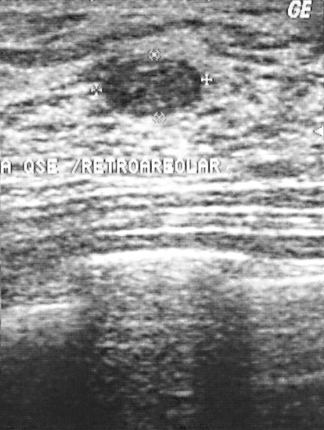
Breast ultrasound scan.
A finding is seen. Assessment: BI-RADS 2. The biopsy result was fibroadenoma; the finding is benign.